Breast ultrasound image.
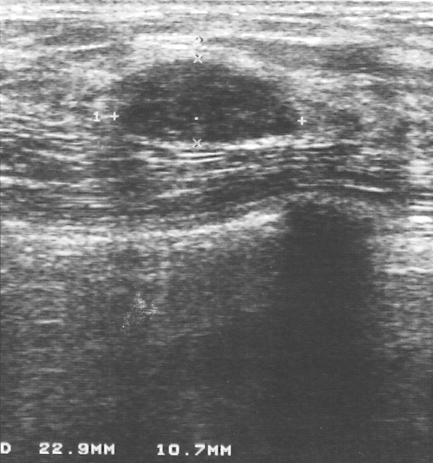
Pixel coordinates (x1, y1, x2, y2): Segment the finding: bounding box (118,75)-(299,143). The finding is benign on biopsy or follow-up.